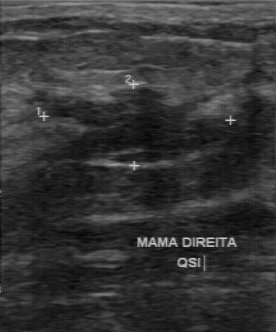
Imaging: breast ultrasound image.
BI-RADS 4 in the original read; on a second read the margin is partially regular, the boundary somewhat unclear and the mass hypoechoic. No calcifications are seen. The biopsy result was fibroadenoma; the mass is benign.